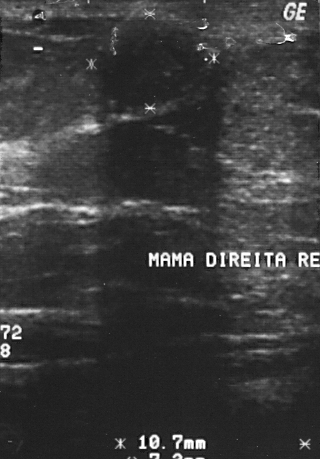
Breast US.
A lesion is seen. Assessment: BI-RADS 3. Biopsy showed fibroadenoma, a benign finding.